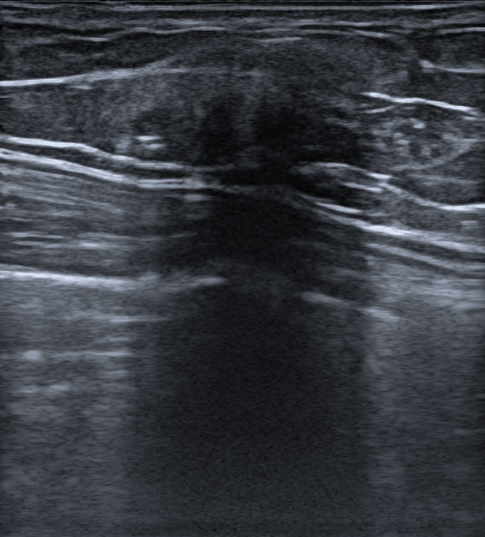
Patient age: 32. Imaging: breast sonogram.
This breast sonogram shows a lesion, benign on biopsy or follow-up. BI-RADS 4B.